Modality: B-mode breast ultrasound.
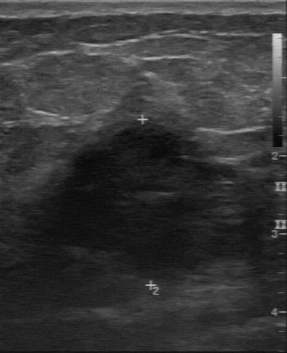
The original reader assigned BI-RADS 4. On a second, independent read, a lesion with an irregular margin and an unclear boundary is seen; it is hypoechoic. No calcifications are seen. Pathology confirmed malignant invasive ductal carcinoma.